Breast US.
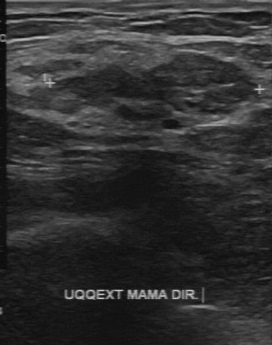
(coordinates in a 272x345 pixel frame) The mass is located within the bounding box [61, 54, 255, 132]. The mass is benign on biopsy or follow-up. BI-RADS 4.